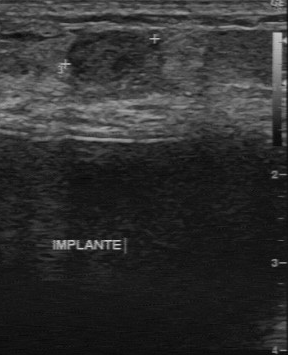
Imaging: breast sonogram.
Lesion region of interest: (69, 31) to (150, 83). The mass is benign on biopsy or follow-up. BI-RADS 3.